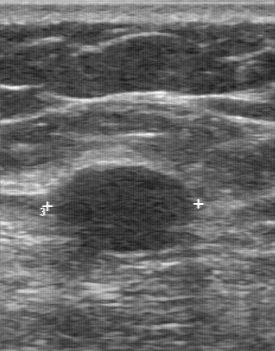
Acquired on GE Logiq 7 @10-14MHz. Breast sonogram.
FINDINGS: Breast sonogram. Confirmed outcome (biopsy or follow-up): benign. BI-RADS assessment: 2.
OUTCOME ON BIOPSY OR FOLLOW-UP: benign.